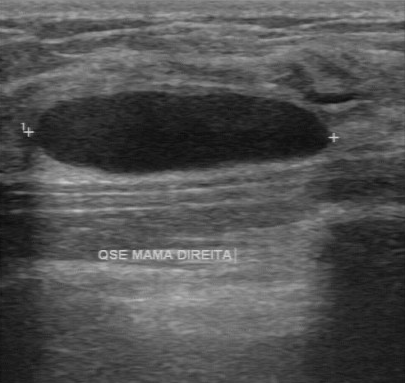
Imaging: breast ultrasound.
The lesion was categorized BI-RADS 2 in the original read. The following findings are from a second reader, independent of the original assessment. The lesion has a regular margin. The lesion boundary is clear. Echo pattern: hypoechoic. No calcifications are seen. Histopathology: cyst (benign).